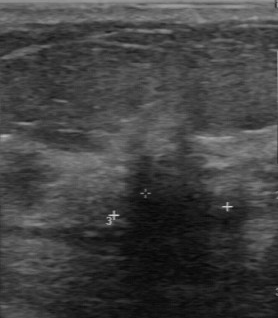
Breast sonogram.
Lesion boundary: unclear. The histopathology is invasive ductal carcinoma. The margin is irregular. There are no calcifications. Confirmed outcome (biopsy or follow-up): malignant. Internal echoes: hypoechoic.